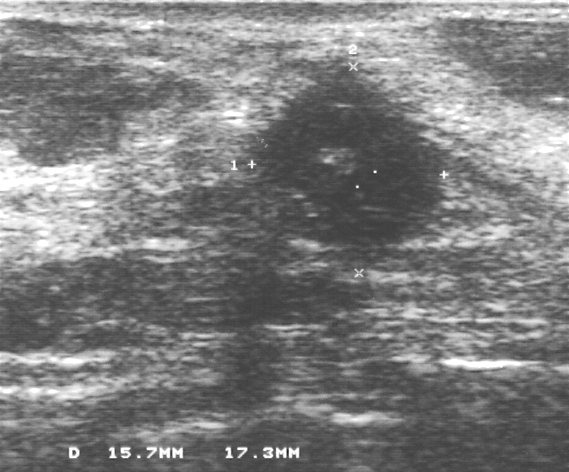
Breast US.
The mass occupies approximately x1=244, y1=58, x2=449, y2=249. The mass is malignant on biopsy or follow-up. BI-RADS 4.